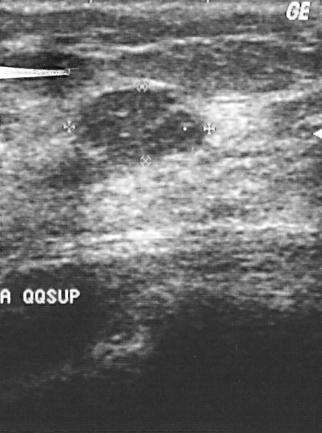
Imaging: B-mode breast ultrasound.
(coordinates in a 322x433 pixel frame) The breast lesion occupies approximately (76, 90) to (204, 164).